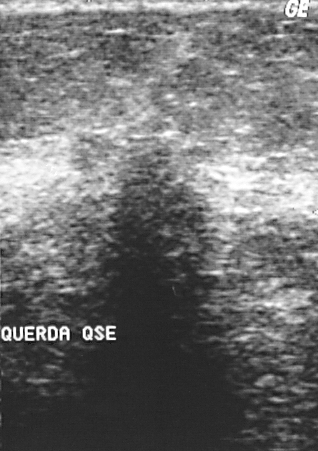
B-mode breast ultrasound.
BI-RADS assessment: 4. Biopsy showed invasive ductal carcinoma, a malignant finding.